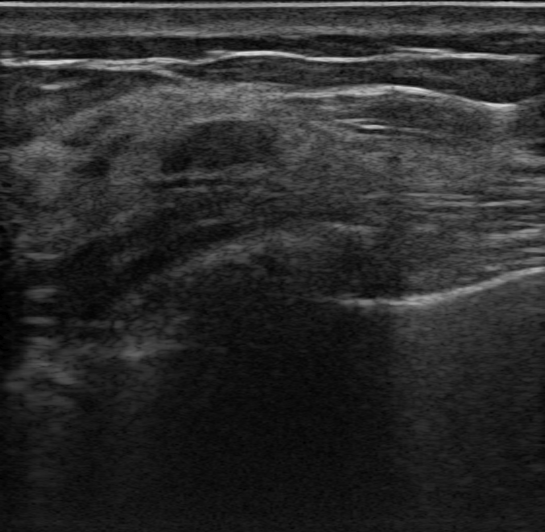
Modality: breast US.
Skin thickening: none. Verification: confirmed by follow-up care. There are no calcifications. Margin is circumscribed. The shape is oval. Posterior features: none. Radiologic interpretation: Cyst filled with thick fluid; Dysplasia; Fibroadenoma. BI-RADS is 2.